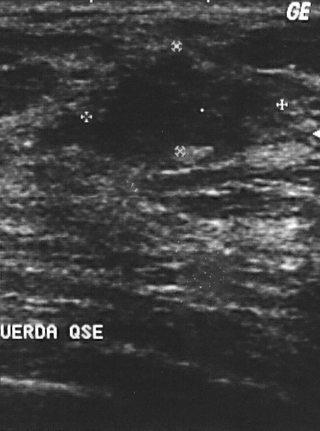
B-mode breast ultrasound. Scanner: GE Logiq 5 @10-12MHz.
- BI-RADS category: 4
- biopsy result: fibroadenoma
- outcome on biopsy or follow-up: benign